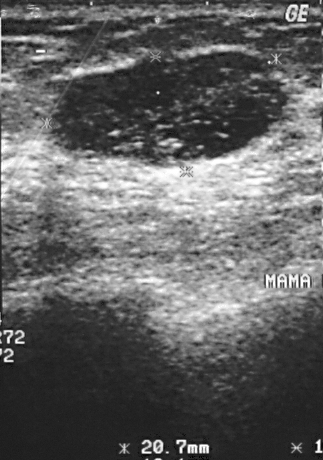
Acquired on GE Logiq 5 @10-12MHz. Modality: breast US.
A breast lesion is seen. It was assessed as BI-RADS 2. Histopathology: cyst (benign).